Scanner: Toshiba Aplio 300 @12-14 MHz. Imaging: B-mode breast ultrasound.
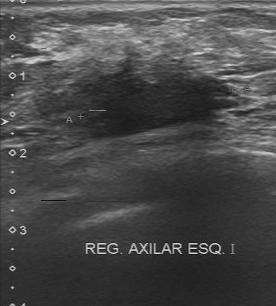
The finding was assessed as BI-RADS 4 by the original reader. The following findings are from a second reader, independent of the original assessment. Margin: irregular. The lesion boundary is unclear. The finding is hypoechoic. No calcifications are seen. Histopathology: invasive lobular carcinoma (malignant).